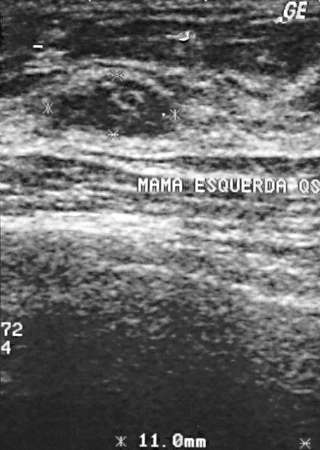
Breast ultrasound image.
Pixel coordinates (x1, y1, x2, y2): Lesion bounding box: x1=53, y1=75, x2=172, y2=135. The lesion is benign on biopsy or follow-up.